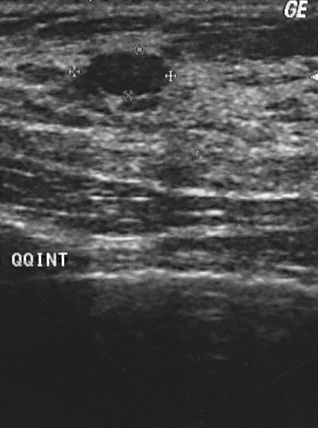
B-mode breast ultrasound.
Biopsy or follow-up result: benign. BI-RADS 2.